Modality: breast ultrasound image.
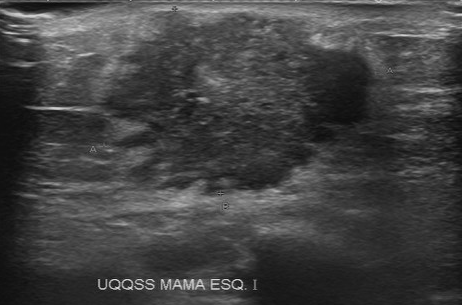
Contour: irregular. Biopsy or follow-up result: malignant. Calcifications: multiple calcifications. Lesion boundary: unclear. Internal echoes: slightly hypoechoic. Biopsy result: invasive ductal carcinoma.
OUTCOME ON BIOPSY OR FOLLOW-UP: malignant.